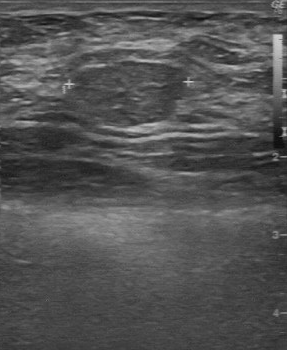
Imaging: breast ultrasound scan.
FINDINGS: Calcifications: absent. Echogenicity: slightly hypoechoic. Lesion boundary: clear. Margin: regular.
OUTCOME ON BIOPSY OR FOLLOW-UP: benign.